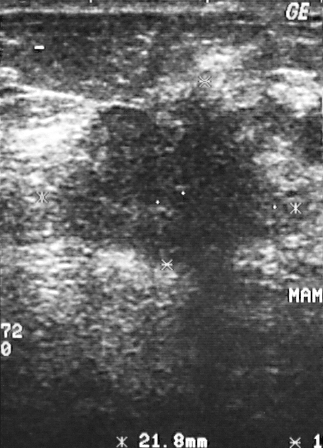
Imaging: B-mode breast ultrasound. Acquired on GE Logiq 5 @10-12MHz.
Lesion characteristics:
- biopsy or follow-up result: malignant
- BI-RADS: 4